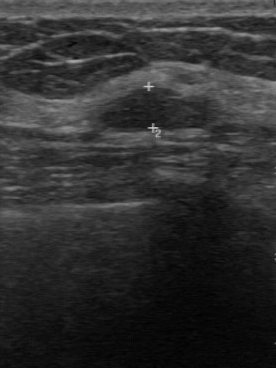
Scanner: GE Logiq 7 @10-14MHz. Modality: breast US.
BI-RADS 3 in the original read; on a second read the margin is regular, the boundary fairly clear and the finding hypoechoic. There are no calcifications. The biopsy result was fibroadenoma; the finding is benign.